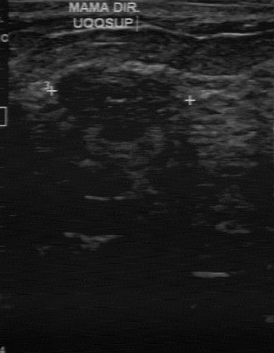
Breast US.
Outcome on biopsy or follow-up: benign. BI-RADS 3.